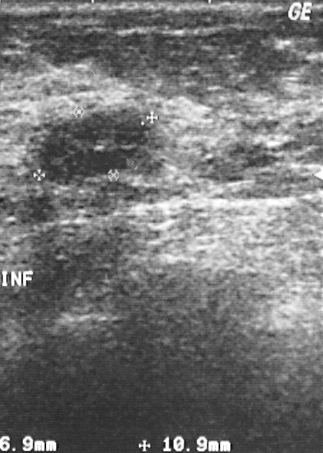
Scanner: GE Logiq 5 @10-12MHz. Imaging: breast ultrasound image.
The biopsy result was cyst; the mass is benign.
BI-RADS category 3.
Biopsy or follow-up result: benign.